Imaging: breast ultrasound. Scanner: GE Logiq 7 @10-14MHz.
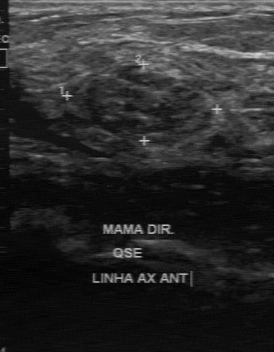
Contour: regular. Calcifications are absent. The lesion boundary is fairly clear. The echogenicity is heterogeneous. Biopsy or follow-up result: benign.